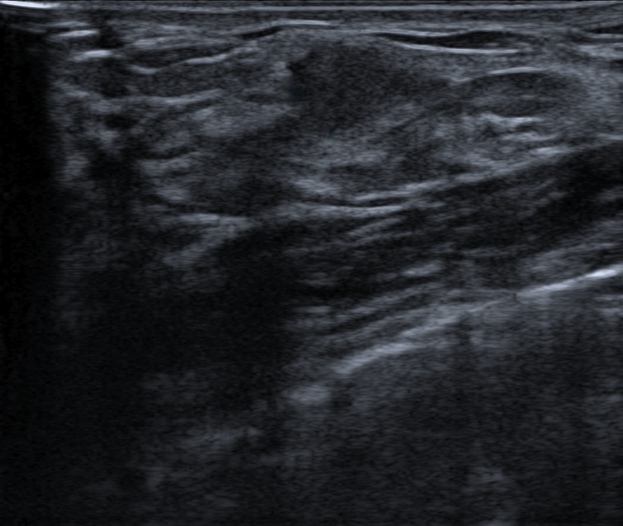
Breast ultrasound scan. Patient age: 42.
Outcome on biopsy or follow-up: benign.